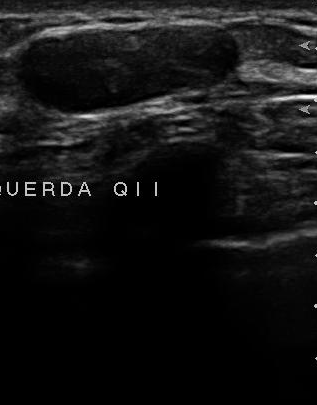
B-mode breast ultrasound.
BI-RADS 2 in the original read; on a second read the margin is regular, the boundary clear and the mass hypoechoic. Histopathology: fibroadenoma (benign).